Acquired on GE Logiq 7 @10-14MHz. Breast ultrasound image.
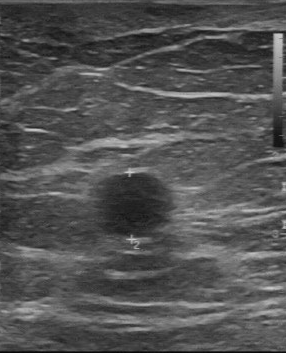
Original-read BI-RADS category: 2. Descriptors from an independent second read (not the reader who assigned the category): There are no calcifications. Boundary: fairly clear. The finding is slightly hypoechoic. The finding has a regular margin. Biopsy showed cyst, a benign finding.